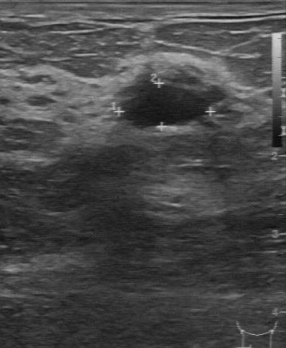
Breast ultrasound scan.
Original-read BI-RADS category: 2. Findings on the second read (an independent reader): a hypoechoic finding, margin partially regular, boundary fairly clear. Pathology confirmed benign cyst.